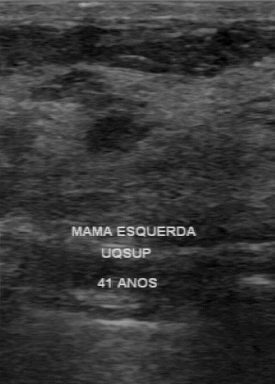
Imaging: breast sonogram.
FINDINGS: Internal echoes: hypoechoic. Confirmed outcome (biopsy or follow-up): benign. Calcifications: none. BI-RADS (second read): 3.
OUTCOME ON BIOPSY OR FOLLOW-UP: benign.